Breast ultrasound.
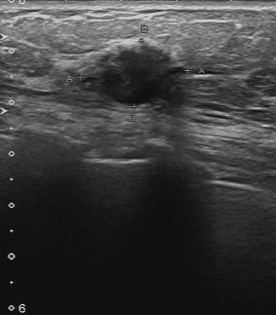
A finding is seen with BI-RADS (second read): 4A, calcifications: absent, partially regular contour, hypoechoic internal echoes, somewhat unclear boundary, biopsy or follow-up result: malignant.